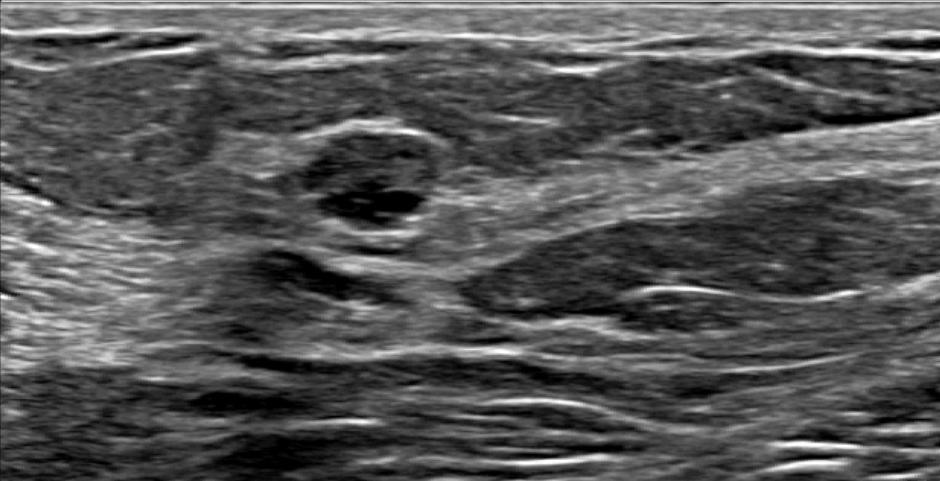
Imaging: B-mode breast ultrasound. Background tissue composition: homogeneous: fat.
There is an oval mass that is heterogeneous, with circumscribed margins. There are no posterior acoustic features. There are no calcifications. No echogenic halo is seen. Skin thickening: none. BI-RADS 4B; benign on biopsy or follow-up. Biopsy result: Benign mammary dysplasia.